Imaging: B-mode breast ultrasound.
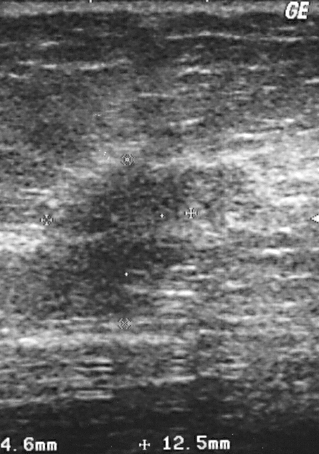
The BI-RADS category is 4.